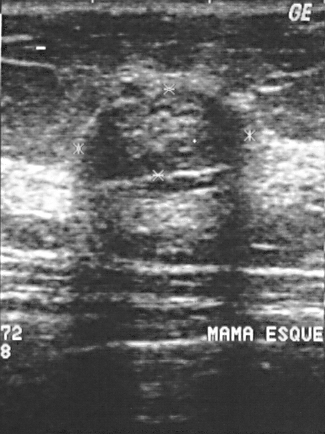
Breast ultrasound image.
A lesion is seen. BI-RADS category 2. Histopathology: fibrocystic changes (benign).